Breast sonogram.
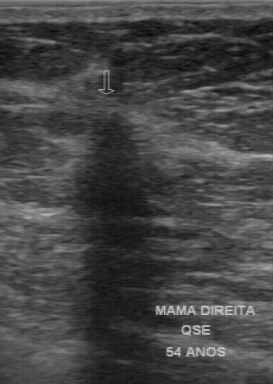
FINDINGS: Biopsy result: invasive ductal carcinoma. BI-RADS (second read): 4C. Confirmed outcome (biopsy or follow-up): malignant.